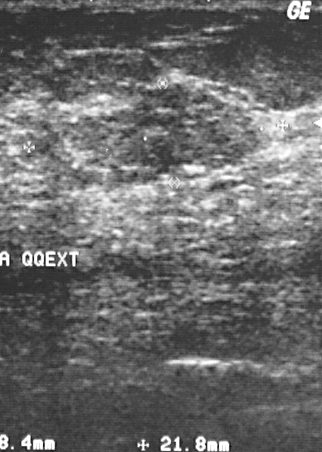
Breast ultrasound image.
BI-RADS assessment: 3. This breast lesion proved benign on biopsy or follow-up. The biopsy result was sclerosing adenosis; the breast lesion is benign.